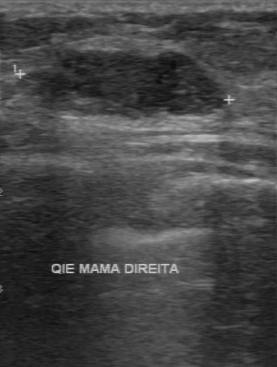
Imaging: breast sonogram.
Outcome on biopsy or follow-up: benign.